Modality: breast sonogram.
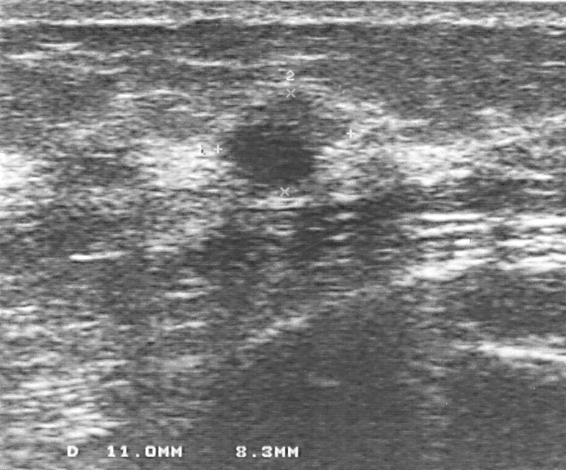
Pixel coordinates (x1, y1, x2, y2): Lesion region of interest: (225, 124) to (314, 185). The lesion is benign on biopsy or follow-up.